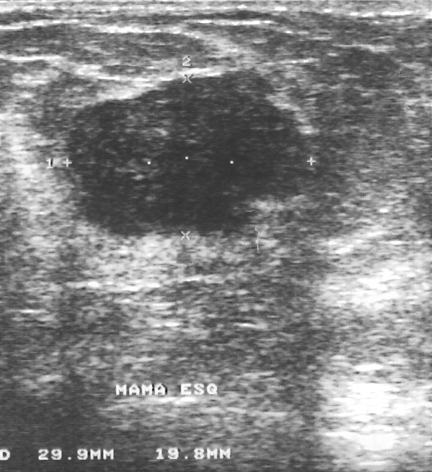
B-mode breast ultrasound.
Biopsy or follow-up result: benign. BI-RADS assessment: 3.